B-mode breast ultrasound.
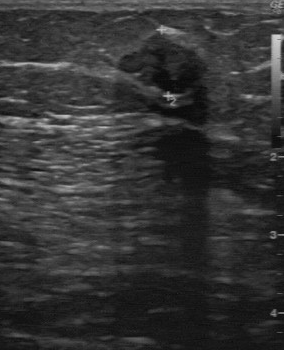
Biopsy or follow-up result: benign.